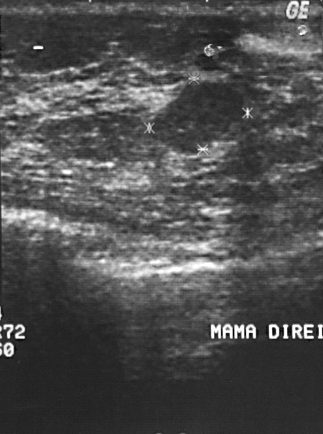
Modality: B-mode breast ultrasound. Acquired on GE Logiq 5 @10-12MHz.
(coordinates in a 323x434 pixel frame) Lesion bounding box: [152, 81, 244, 153].